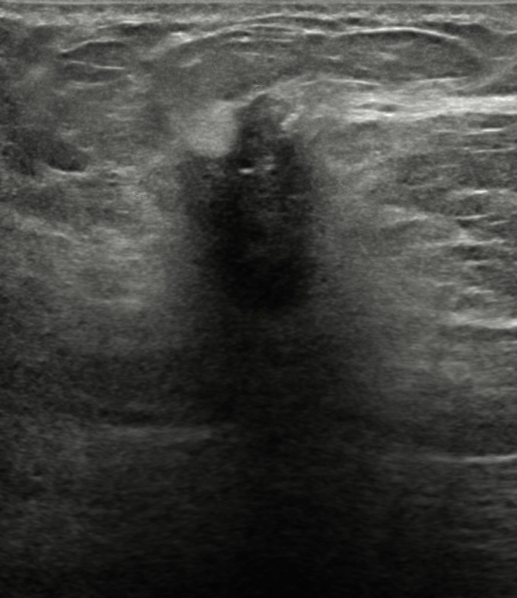
Imaging: breast sonogram. Background tissue composition: homogeneous: fat. Age 73.
Breast lesion: malignant on biopsy or follow-up.